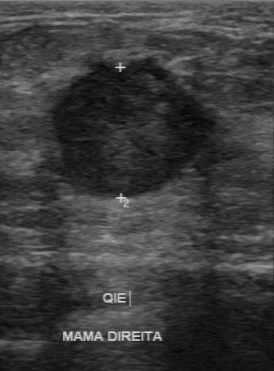
Modality: B-mode breast ultrasound.
The mass was assessed as BI-RADS 4 by the original reader. The following findings are from a second reader, independent of the original assessment. No calcifications are seen. The lesion boundary is somewhat unclear. The margin is partially regular. Internally the mass is hypoechoic. The biopsy result was invasive ductal carcinoma; the mass is malignant.